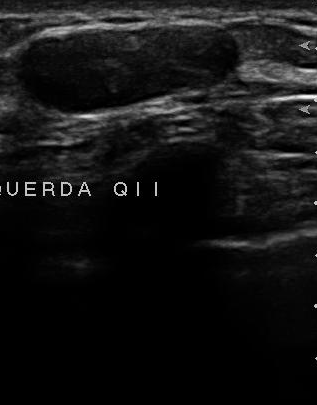
Imaging: breast sonogram.
A finding is seen with clear boundary, calcifications: none, regular contour, hypoechoic echo pattern.